Breast ultrasound image.
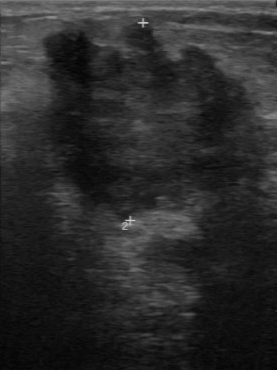
FINDINGS: Biopsy result: invasive ductal carcinoma. Biopsy or follow-up result: malignant. BI-RADS: 5.
OUTCOME ON BIOPSY OR FOLLOW-UP: malignant.